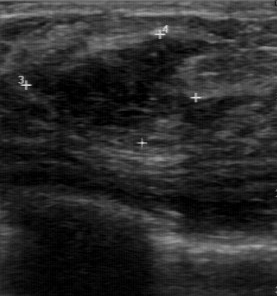
Imaging: breast US.
BI-RADS 4 in the original read; on a second read the margin is regular, the boundary somewhat unclear and the breast lesion hypoechoic. Biopsy showed fibroadenoma, a benign finding.